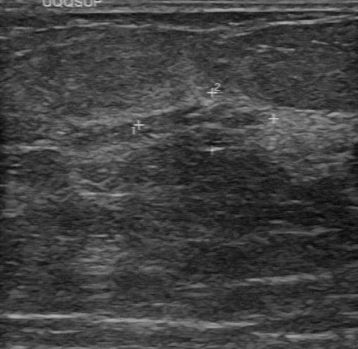
Imaging: B-mode breast ultrasound.
The mass was assessed as BI-RADS 4 by the original reader. Descriptors from an independent second read (not the reader who assigned the category): The mass has a partially regular margin. Boundary: fairly clear. Echo pattern: slightly hypoechoic. There are no calcifications. The biopsy result was invasive ductal carcinoma; the mass is malignant.